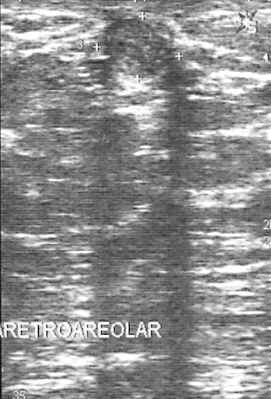
Breast ultrasound image.
(coordinates in a 271x399 pixel frame) The breast lesion occupies approximately (103, 19) to (169, 75). The breast lesion is benign on biopsy or follow-up.